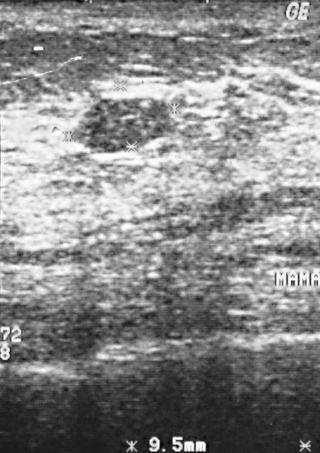
Breast ultrasound scan.
Coordinates are pixels in the 320x453 image. Finding bounding box: top-left (72, 98), bottom-right (176, 151). The finding is benign on biopsy or follow-up.